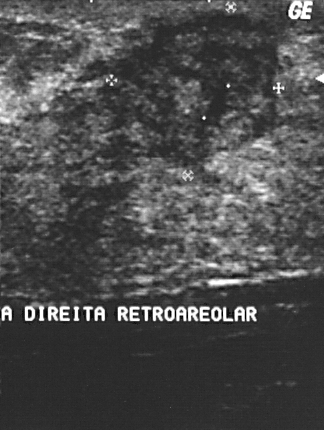
Imaging: breast sonogram.
Histopathology: invasive ductal carcinoma.
BI-RADS category 4.
The lesion is malignant on biopsy or follow-up.